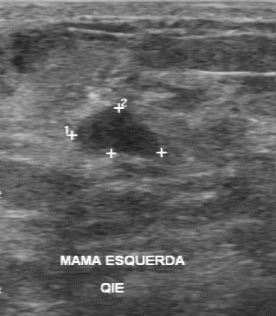
Imaging: breast ultrasound.
This breast ultrasound shows a mass, benign on biopsy or follow-up. BI-RADS 3.